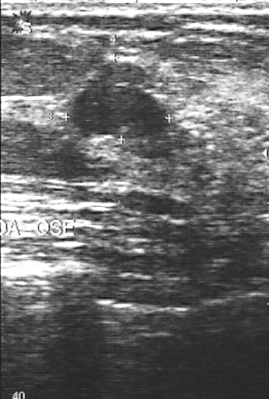
Imaging: breast US.
The breast lesion is assessed as BI-RADS 3. The breast lesion is benign on biopsy or follow-up. The biopsy result was fibroadenoma; the breast lesion is benign.